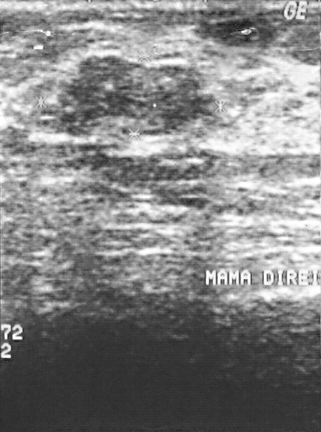
Imaging: breast ultrasound image.
The biopsy or follow-up result is benign. BI-RADS is 3.